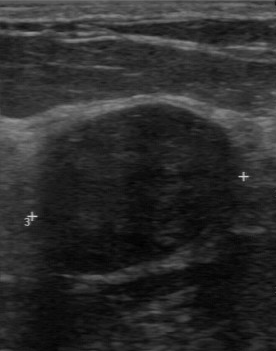
Modality: breast ultrasound scan.
This breast ultrasound scan shows a breast lesion, benign on biopsy or follow-up. BI-RADS 3.